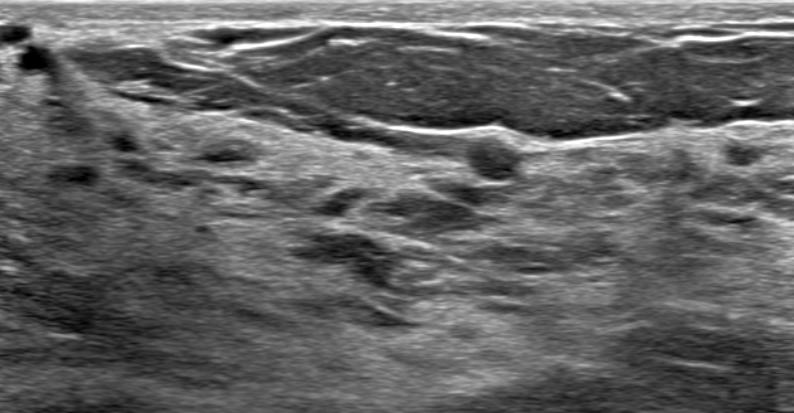
Breast ultrasound image.
Outcome on biopsy or follow-up: benign. BI-RADS 3.